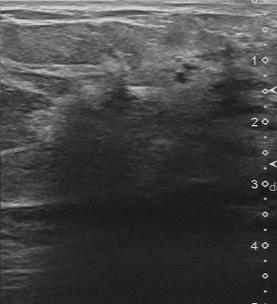
Scanner: Toshiba Aplio 300 @12-14 MHz. Modality: B-mode breast ultrasound.
The lesion was assessed as BI-RADS 5 by the original reader.
On a second read by an independent reader:
Boundary: unclear.
Internally the lesion is hypoechoic.
The lesion has an irregular margin.
No calcifications are seen.
The biopsy result was invasive ductal carcinoma; the lesion is malignant.